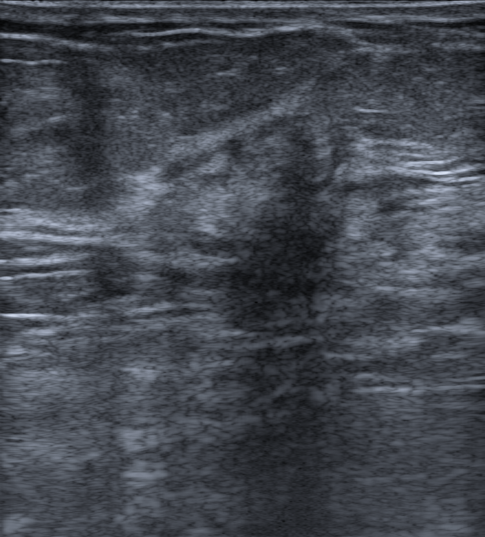
Breast sonogram. Background tissue composition: homogeneous: fibroglandular.
Biopsy result is Invasive lobular carcinoma. Echo pattern: hypoechoic. The borders are not circumscribed - spiculated and indistinct. The shape is irregular. The BI-RADS is 4C. Skin thickening: absent. Confirmed outcome (biopsy or follow-up) is malignant. Posterior acoustic features: shadowing.